Imaging: breast ultrasound image. Background echotexture is heterogeneous: predominantly fat.
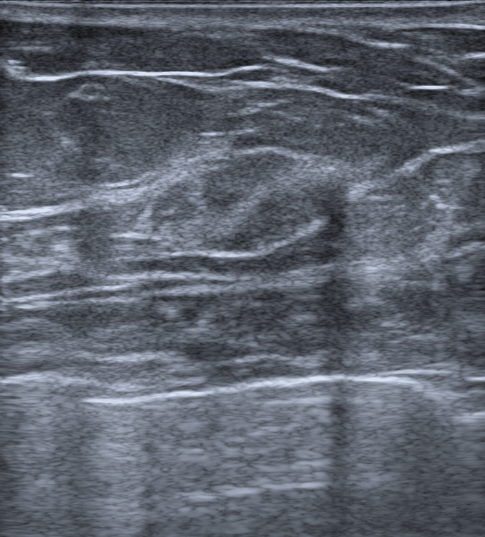
There is an oval lesion that is isoechoic, with a circumscribed margin. Posterior features: none. There are no calcifications. BI-RADS 4A; benign on biopsy or follow-up. Differential on reading: Fibroadenoma; Hamartoma. Biopsy result: Pseudoangiomatous stromal hyperplasia (PASH).